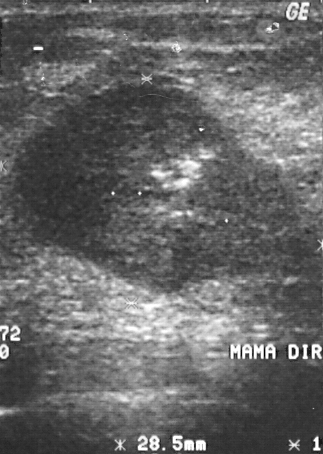
Imaging: B-mode breast ultrasound.
FINDINGS: Outcome on biopsy or follow-up: malignant. BI-RADS assessment: 4.
OUTCOME ON BIOPSY OR FOLLOW-UP: malignant.